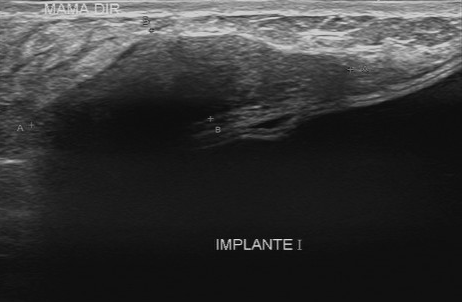
Modality: breast US.
Lesion characteristics:
- internal echoes: hypoechoic
- boundary: fairly clear
- BI-RADS (first reader): 4
- biopsy or follow-up result: benign
- calcifications: absent
- BI-RADS (second read): 4A
- contour: regular